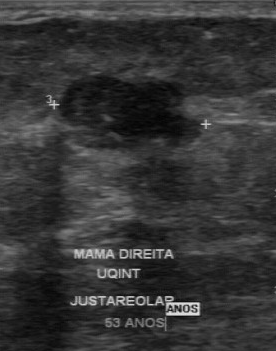
Imaging: breast sonogram.
Pixel coordinates (x1, y1, x2, y2): The mass occupies approximately top-left (57, 74), bottom-right (204, 151). BI-RADS 4.